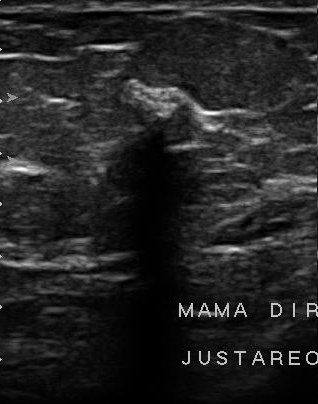
Imaging: breast sonogram. Acquired on U-Systems @10-14MHz.
BI-RADS 4 in the original read; on a second read the margin is irregular, the boundary unclear and the mass hypoechoic. No calcifications are seen. Biopsy showed invasive ductal carcinoma, a malignant finding.